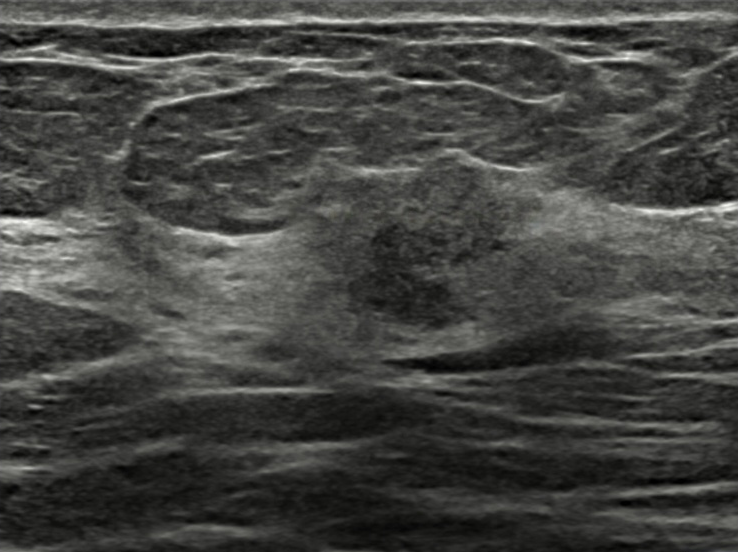
71-year-old patient. Background tissue composition: heterogeneous: predominantly fat. Imaging: B-mode breast ultrasound.
The finding demonstrates skin thickening: absent, not circumscribed - indistinct lesion margin, echogenic halo: none, BI-RADS: 5, differential: Suspicion of malignancy, heterogeneous echo pattern, calcifications: absent.